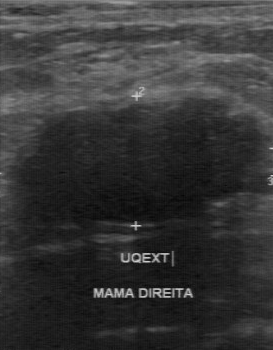
Imaging: breast US.
(coordinates in a 273x350 pixel frame) Finding bounding box: (9, 97) to (267, 228). The finding is benign on biopsy or follow-up.